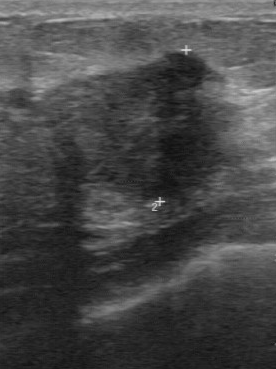
Imaging: breast ultrasound.
Echogenicity: hypoechoic. Original BI-RADS is 4. Calcifications are absent. BI-RADS (second read): 4A.